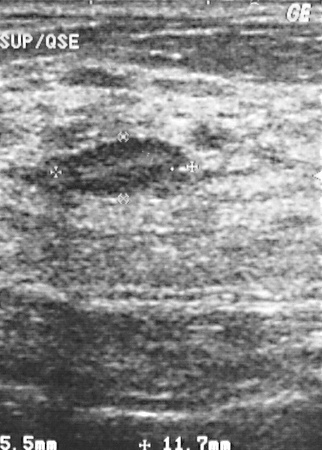
Acquired on GE Logiq 5 @10-12MHz. Breast ultrasound.
Coordinates are pixels in the 322x450 image. Lesion bounding box: [60, 140, 188, 195].